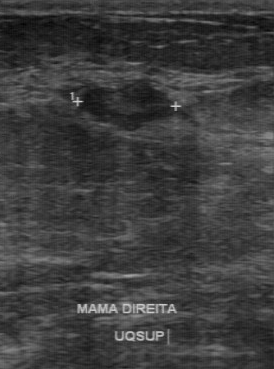
Imaging: breast ultrasound.
- calcifications: absent
- BI-RADS (first reader): 3
- boundary: fairly clear
- second-reader BI-RADS: 3